Imaging: breast ultrasound.
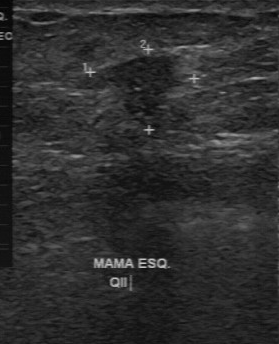
The mass was assessed as BI-RADS 4 by the original reader.
A second, independent read describes the mass as follows.
The mass has a partially regular margin.
The lesion boundary is somewhat unclear.
The mass is slightly hypoechoic.
Calcifications: none.
Histopathology: invasive ductal carcinoma (malignant).